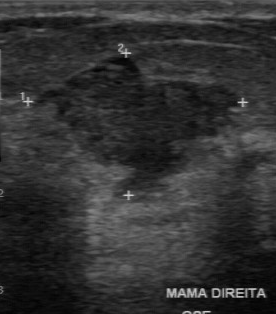
Breast ultrasound scan.
BI-RADS 4 in the original read; on a second read the margin is partially regular, the boundary somewhat unclear and the mass hypoechoic. The biopsy result was fibroadenoma; the mass is benign.